Scanner: Toshiba Aplio 300 @12-14 MHz. Breast ultrasound.
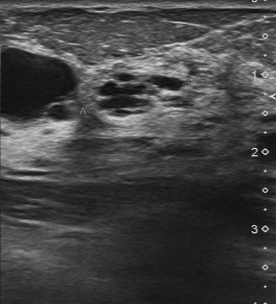
- biopsy result: fibrocystic changes
- BI-RADS assessment: 4